Background echotexture is homogeneous: fibroglandular. Age 50. Modality: breast ultrasound image.
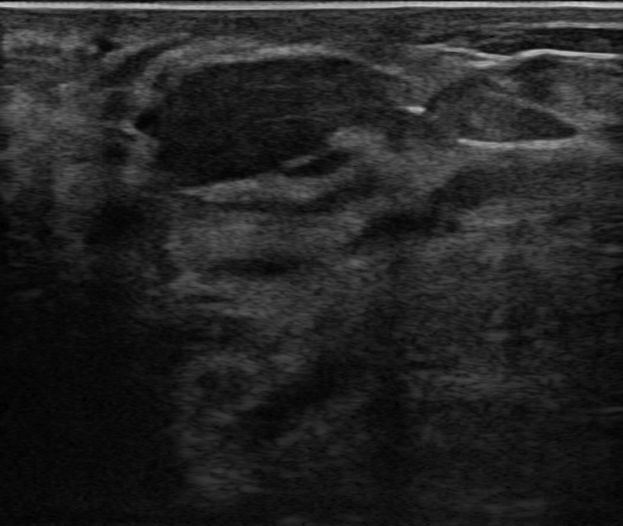
Outcome on biopsy or follow-up: benign. Assigned BI-RADS 4A. Biopsy confirmed pseudoangiomatous stromal hyperplasia (PASH). It has an oval shape. Margins are circumscribed. The lesion is hypoechoic. There are no posterior acoustic features. Echogenic halo: absent. There are no calcifications. No skin thickening is seen.